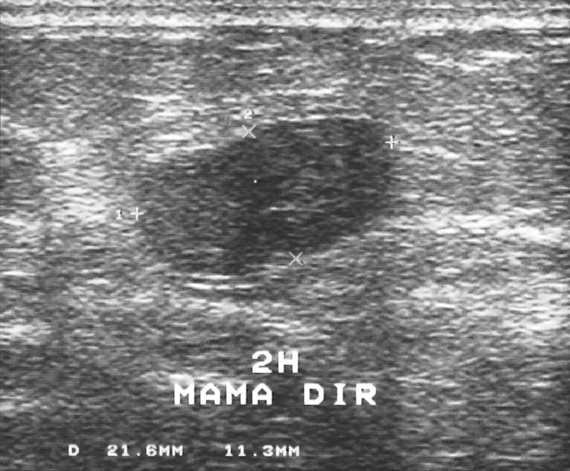
Breast US. Scanner: GE Logiq 5 @10-12MHz.
FINDINGS: Breast US. BI-RADS: 3. Outcome on biopsy or follow-up: benign.
OUTCOME ON BIOPSY OR FOLLOW-UP: benign.